Breast sonogram.
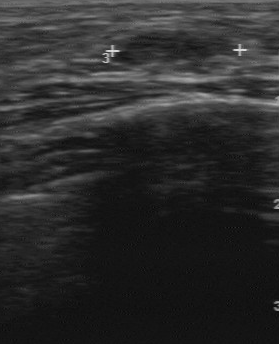
The lesion was assessed as BI-RADS 2 by the original reader. Descriptors from an independent second read (not the reader who assigned the category): The margin is regular. The lesion boundary is clear. Echo pattern: hypoechoic. There are no calcifications. Histopathology: fibroadenoma (benign).